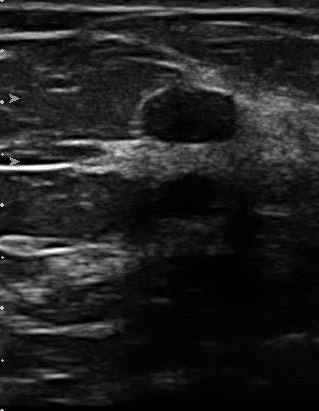
Breast US.
Pixel coordinates (x1, y1, x2, y2): Lesion bounding box: (143,87)-(238,143). BI-RADS 2.